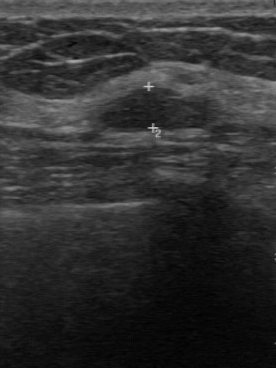
Breast US.
FINDINGS: Biopsy or follow-up result: benign. BI-RADS: 3.
OUTCOME ON BIOPSY OR FOLLOW-UP: benign.